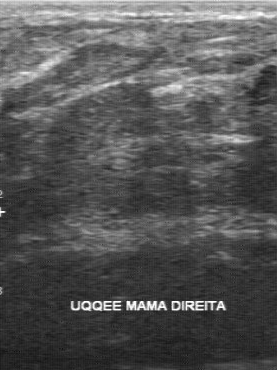
Scanner: GE Logiq 7 @10-14MHz. Breast ultrasound image.
This breast ultrasound image shows a mass, benign on biopsy or follow-up. BI-RADS 4.